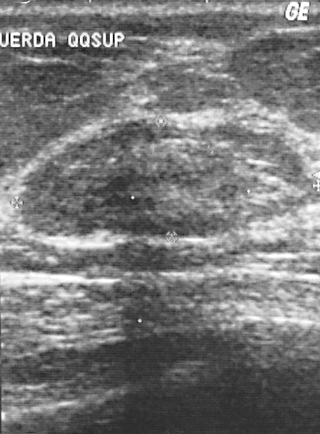
Imaging: breast US.
Outcome on biopsy or follow-up: benign.